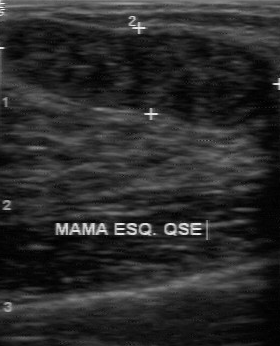
Imaging: breast ultrasound image.
BI-RADS 2 in the original read; on a second read the margin is regular, the boundary clear and the mass hypoechoic. Histopathology: fibroadenoma (benign).